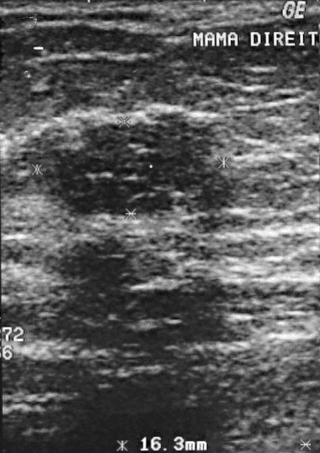
Modality: breast US.
The finding is located within the bounding box x1=48, y1=112, x2=237, y2=217. BI-RADS 4.